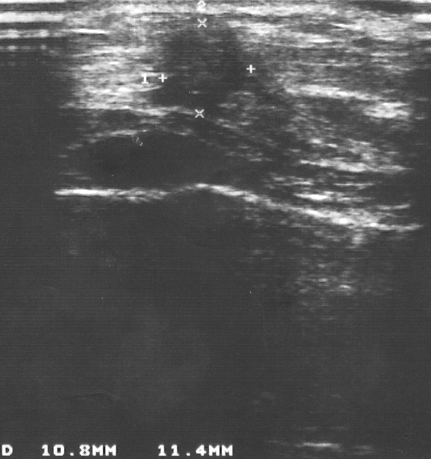
Breast sonogram. Scanner: GE Logiq 5 @10-12MHz.
The breast lesion is malignant on biopsy or follow-up. The breast lesion is assessed as BI-RADS 4. Biopsy showed invasive ductal carcinoma, a malignant finding.